Breast US.
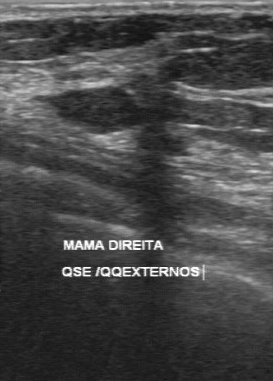
This breast US shows a finding with calcifications: absent, hypoechoic echo pattern, clear lesion boundary, regular contour.